Acquired on GE Logiq 5 @10-12MHz. Modality: breast ultrasound scan.
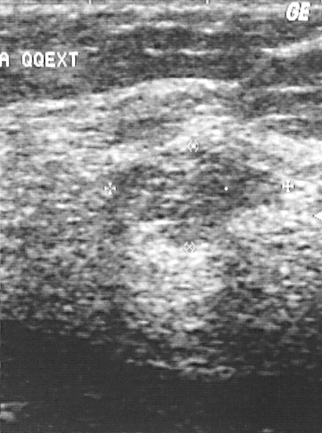
Biopsy or follow-up result is benign. The BI-RADS category is 3.